Imaging: breast ultrasound.
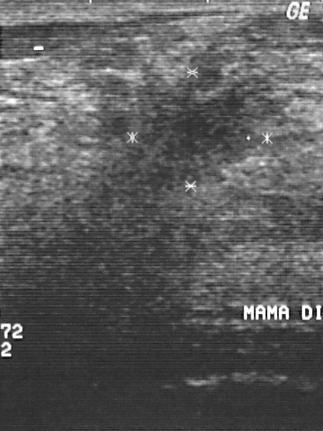
FINDINGS: Breast ultrasound. Confirmed outcome (biopsy or follow-up): malignant. BI-RADS category: 4.
OUTCOME ON BIOPSY OR FOLLOW-UP: malignant.